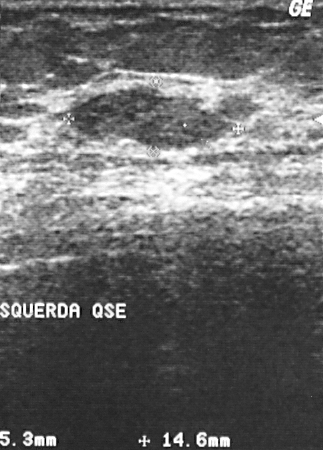
Acquired on GE Logiq 5 @10-12MHz. B-mode breast ultrasound.
Assigned BI-RADS 2. Pathology confirmed fibroadenoma. The finding is benign on biopsy or follow-up.